Imaging: breast US.
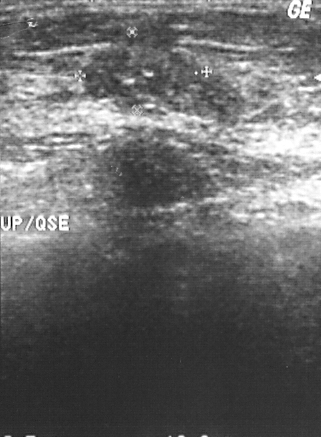
Mass: malignant on biopsy or follow-up. BI-RADS 2.